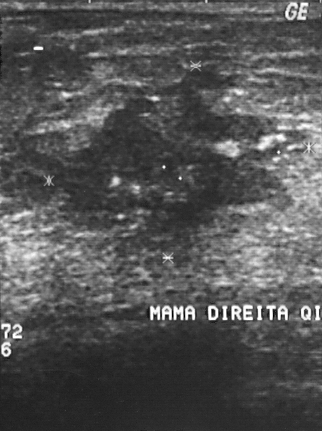
Modality: B-mode breast ultrasound.
Biopsy showed invasive ductal carcinoma, a malignant finding. BI-RADS assessment: 5. Biopsy or follow-up result: malignant.